Modality: B-mode breast ultrasound.
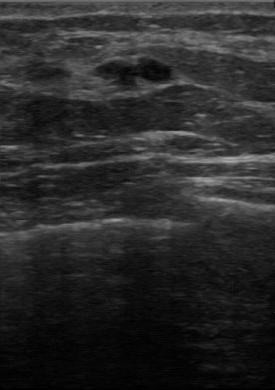
BI-RADS 4 in the original read; on a second read the margin is partially regular, the boundary fairly clear and the mass hypoechoic. The biopsy result was intraductal papilloma; the mass is benign.